Imaging: breast ultrasound scan.
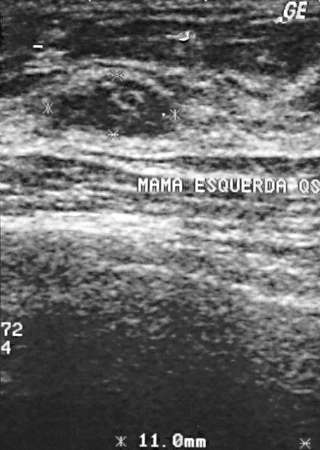
Outcome on biopsy or follow-up: benign. (BI-RADS category 2.)